Modality: breast ultrasound scan.
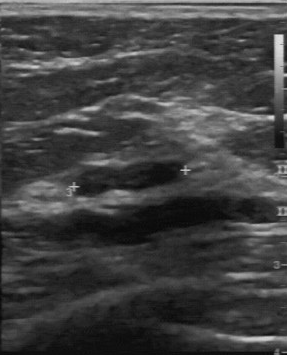
Lesion characteristics:
- boundary: fairly clear
- margin: partially regular
- calcifications: none
- echogenicity: slightly hypoechoic